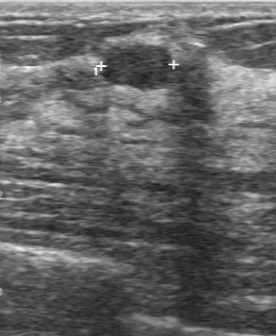
Scanner: GE Logiq 7 @10-14MHz. B-mode breast ultrasound.
Original-read BI-RADS category: 2. On a second read by an independent reader: The breast lesion has a regular margin. Boundary: clear. Echo pattern: hypoechoic. Calcifications: none. Biopsy showed fibroadenoma, a benign finding.